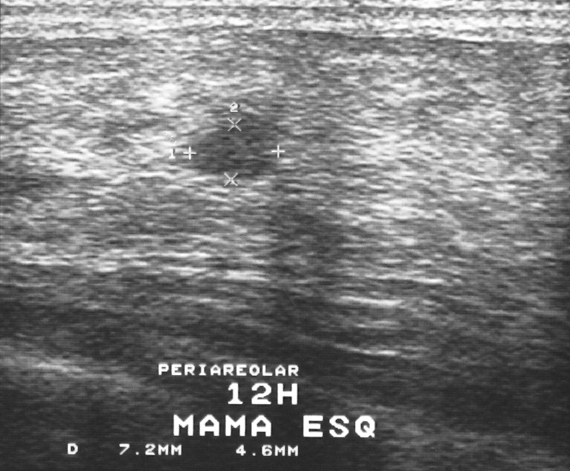
Scanner: GE Logiq 5 @10-12MHz. Breast ultrasound.
BI-RADS assessment: 2.
Pathology confirmed fibroadenoma.
This finding proved benign on biopsy or follow-up.